Imaging: breast US.
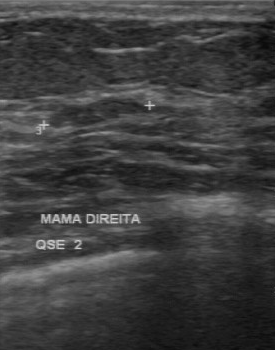
A lesion is seen with BI-RADS on independent re-read: 3, confirmed outcome (biopsy or follow-up): benign, clear lesion boundary.